Breast ultrasound.
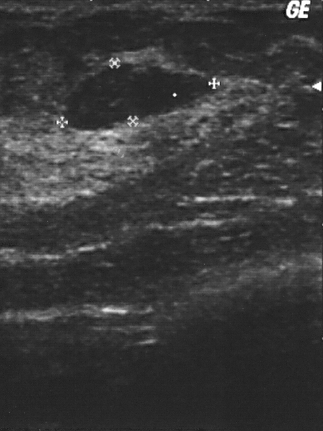
Lesion: benign on biopsy or follow-up.